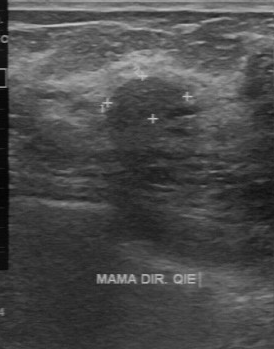
Breast ultrasound.
This breast ultrasound shows a lesion with regular contour, independent BI-RADS assessment: 3, fairly clear lesion boundary, outcome on biopsy or follow-up: benign, calcifications: absent, slightly hypoechoic internal echoes, original BI-RADS: 3.